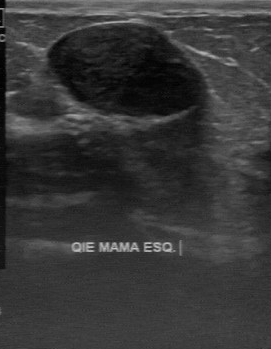
Imaging: breast US.
The original reader assigned BI-RADS 2. Findings on the second read (an independent reader): a hypoechoic breast lesion, margin regular, boundary clear. No calcifications are seen. Histopathology: fibroadenoma (benign).